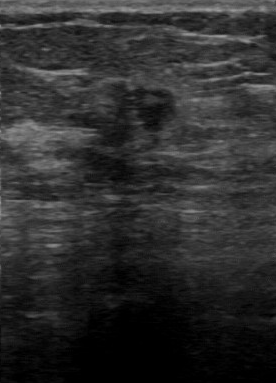
Modality: breast sonogram.
The mass demonstrates somewhat unclear lesion boundary, hypoechoic internal echoes, calcifications: none, regular lesion margin.